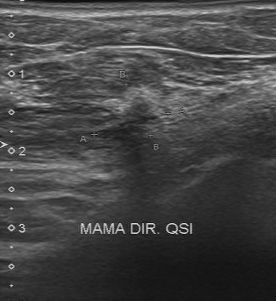
Modality: breast sonogram.
- original BI-RADS: 4
- biopsy result: invasive ductal carcinoma
- calcifications: absent
- boundary: unclear
- internal echoes: slightly hypoechoic
- lesion margin: irregular
- outcome on biopsy or follow-up: malignant
- second-reader BI-RADS: 4A